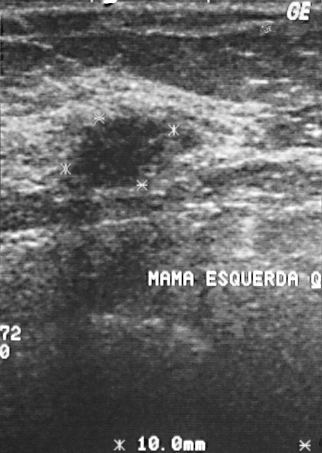
Modality: breast ultrasound scan.
Biopsy result is cyst. BI-RADS: 3.